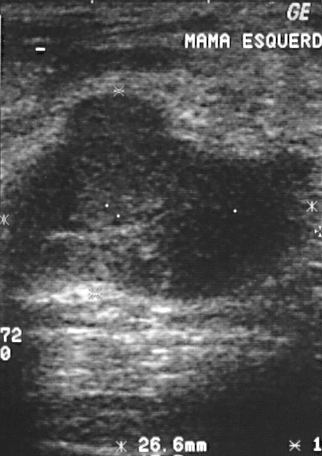
Modality: breast ultrasound scan.
BI-RADS assessment: 4. Pathology confirmed fibroadenoma. Outcome on biopsy or follow-up: benign.